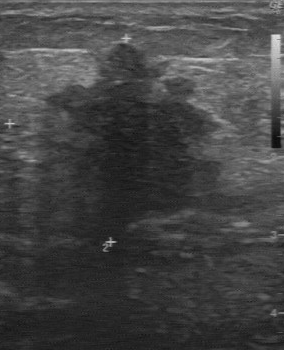
Imaging: breast ultrasound image.
The lesion demonstrates irregular margin, histopathology: invasive ductal carcinoma, unclear lesion boundary, hypoechoic echo pattern, calcifications: absent.